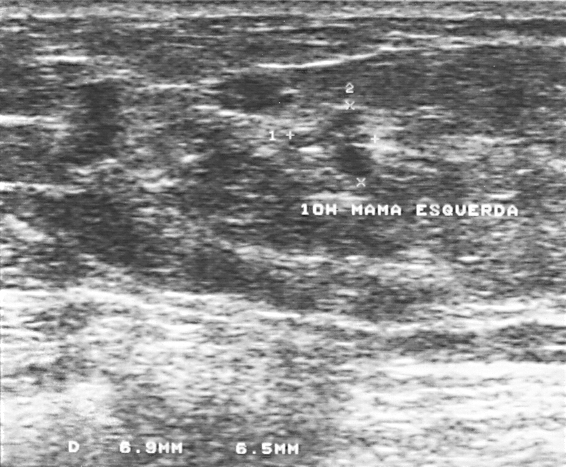
Modality: breast US.
The lesion is malignant on biopsy or follow-up. (BI-RADS category 4.)